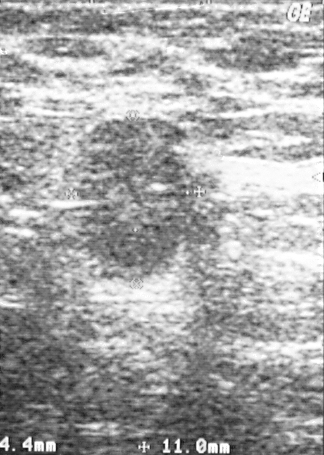
Scanner: GE Logiq 5 @10-12MHz. Imaging: breast ultrasound.
This breast ultrasound shows a finding. It was assessed as BI-RADS 5. Histopathology: lymphoma (malignant).